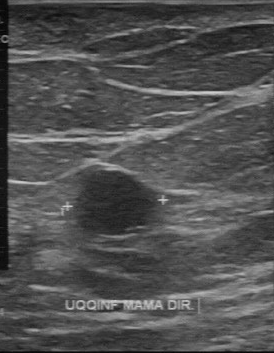
Imaging: breast ultrasound scan.
FINDINGS: BI-RADS category: 2.
OUTCOME ON BIOPSY OR FOLLOW-UP: benign.